Imaging: B-mode breast ultrasound. Background tissue composition: lactating and homogeneous: fibroglandular.
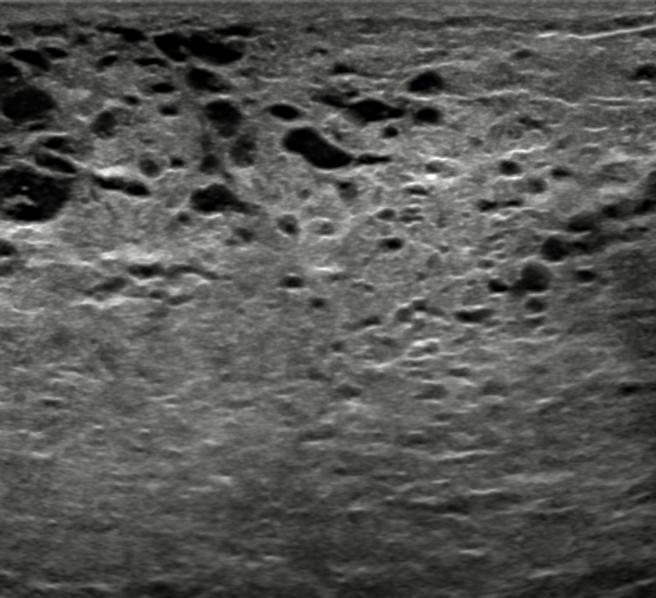
No focal lesion identified.